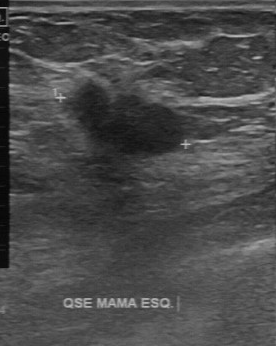
Scanner: GE Logiq 7 @10-14MHz. Modality: breast sonogram.
FINDINGS: Breast sonogram. BI-RADS (second read): 4A. Original BI-RADS: 4.